Breast ultrasound scan.
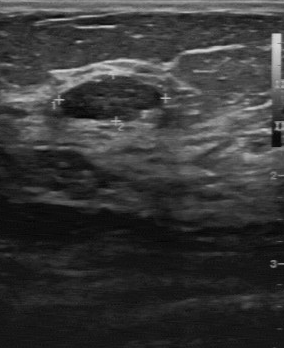
The breast lesion was assessed as BI-RADS 3 by the original reader.
The following findings are from a second reader, independent of the original assessment.
No calcifications are seen.
The lesion boundary is clear.
Margin: regular.
The breast lesion is hypoechoic.
The biopsy result was fibroadenoma; the breast lesion is benign.